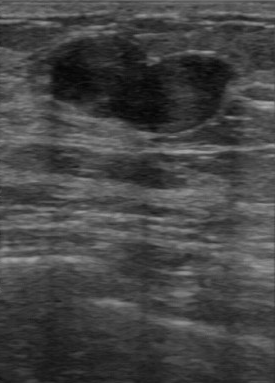
Breast ultrasound scan. Scanner: GE Logiq 7 @10-14MHz.
Mass: benign on biopsy or follow-up. BI-RADS 2.